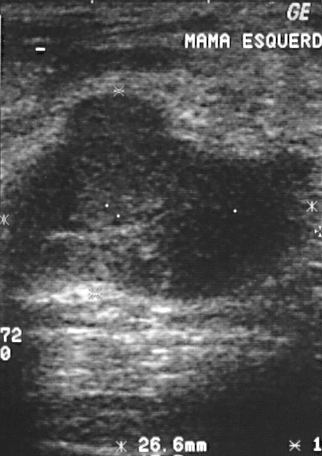
Modality: breast US.
Lesion characteristics:
- BI-RADS assessment: 4